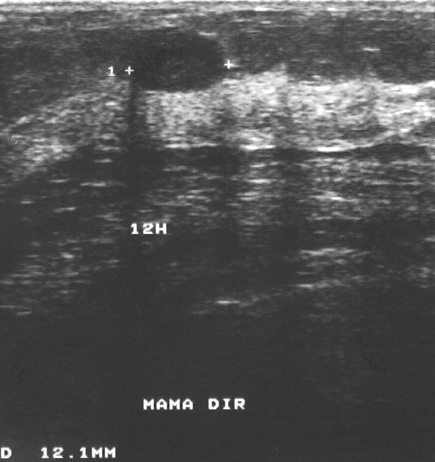
Breast US.
A lesion is seen. Assessment: BI-RADS 2. Pathology confirmed benign fibroadenoma.